Imaging: breast ultrasound.
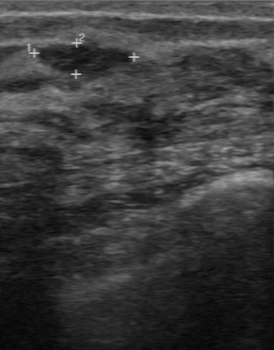
Pixel coordinates (x1, y1, x2, y2): Lesion region of interest: (35, 42) to (135, 79).